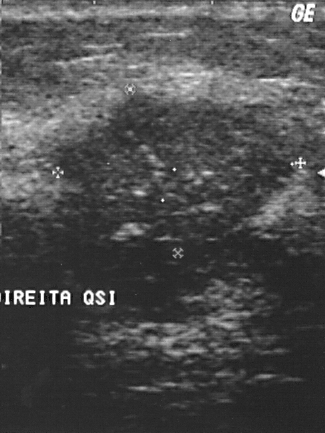
Scanner: GE Logiq 5 @10-12MHz. Modality: breast US.
A lesion is present on this breast US. BI-RADS category 4. Histopathology: invasive ductal carcinoma (malignant).